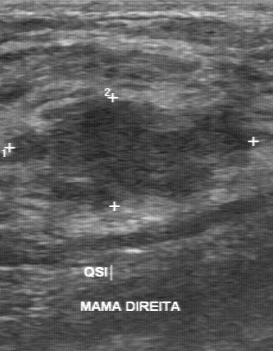
Breast sonogram. Scanner: GE Logiq 7 @10-14MHz.
Finding: lesion, benign on biopsy or follow-up.